Modality: B-mode breast ultrasound.
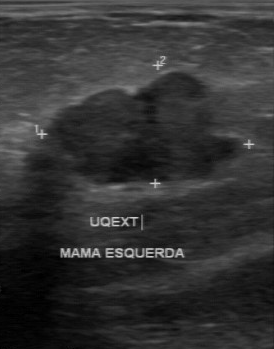
FINDINGS: Echogenicity: hypoechoic. Contour: partially regular. Lesion boundary: somewhat unclear. Calcifications: absent.
OUTCOME ON BIOPSY OR FOLLOW-UP: benign.